Imaging: B-mode breast ultrasound.
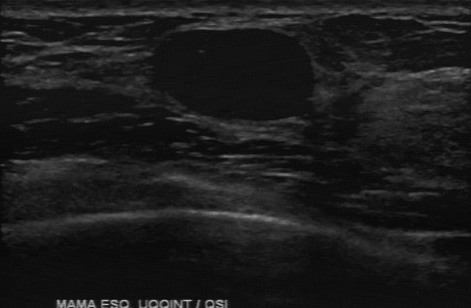
Lesion region of interest: x1=146, y1=28, x2=315, y2=122. BI-RADS 2.